Modality: breast ultrasound image.
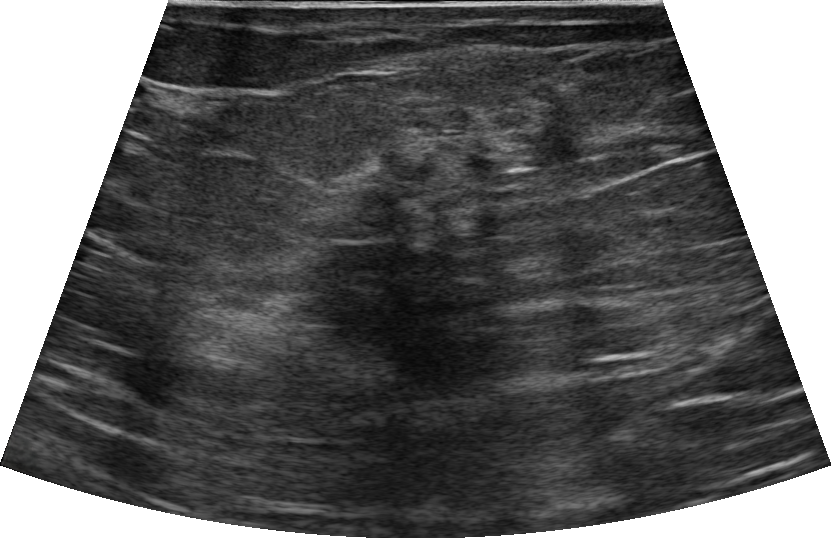
The mass is oval in shape.
Margin: circumscribed.
Its echo pattern is heterogeneous.
Posterior features: shadowing.
There is no echogenic halo.
Calcifications: none.
There is no skin thickening.
Biopsy result: Benign mammary dysplasia.
Differential on reading: Dysplasia.
BI-RADS assessment: 3.
This mass proved benign on biopsy or follow-up.